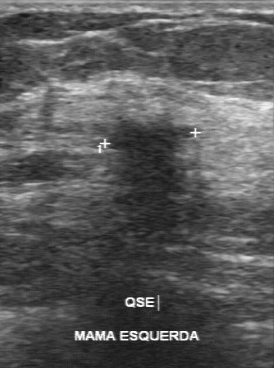
Breast ultrasound image.
This breast ultrasound image shows a lesion, malignant on biopsy or follow-up.